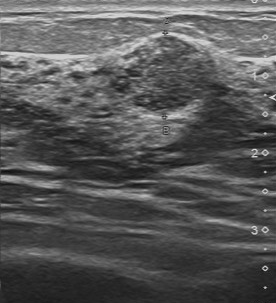
Scanner: Toshiba Aplio 300 @12-14 MHz. Modality: breast ultrasound image.
The original reader assigned BI-RADS 4. The following findings are from a second reader, independent of the original assessment. The mass has a regular margin. There are multiple calcifications. Internally the mass is heterogeneous. Boundary: fairly clear. Biopsy showed fibroadenoma, a benign finding.